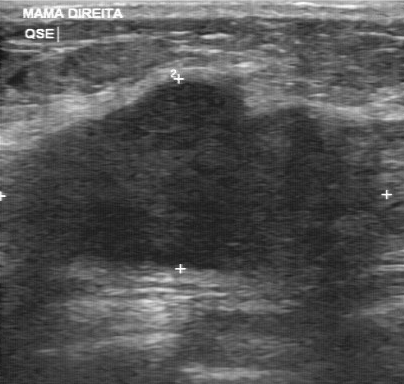
Modality: breast sonogram.
The mass demonstrates pathology: invasive ductal carcinoma, BI-RADS category: 5.